B-mode breast ultrasound.
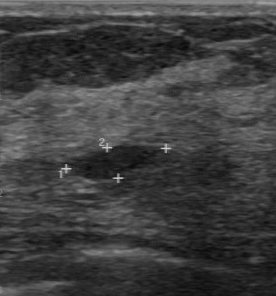
FINDINGS: B-mode breast ultrasound. Outcome on biopsy or follow-up: benign. BI-RADS (second read): 2. Calcifications: none. Boundary: clear. Original BI-RADS: 3. Echogenicity: hypoechoic. Lesion margin: regular.
OUTCOME ON BIOPSY OR FOLLOW-UP: benign.